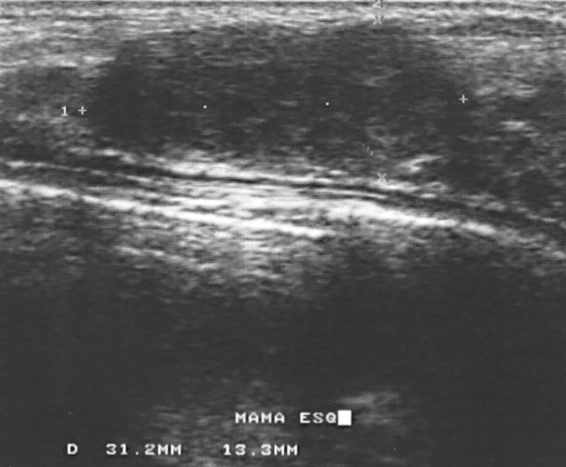
B-mode breast ultrasound.
Coordinates are pixels in the 566x467 image. Lesion region of interest: (90,22)-(461,182). The breast lesion is benign on biopsy or follow-up.